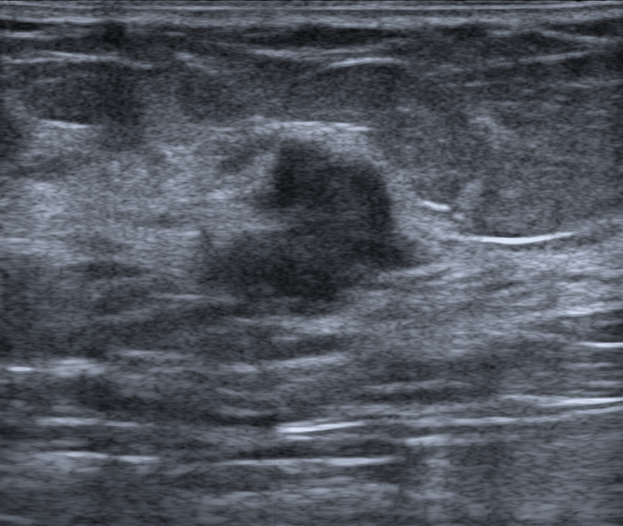
Imaging: B-mode breast ultrasound.
A breast lesion is seen with BI-RADS: 4B, not circumscribed - spiculated and indistinct margin, biopsy result: Invasive carcinoma of no special type (NST), biopsy or follow-up result: malignant, irregular shape, calcifications: none, echogenic halo: absent, hypoechoic echogenicity.